Imaging: breast ultrasound.
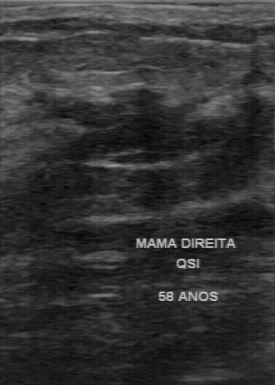
Coordinates are pixels in the 275x385 image. Segment the breast lesion: bounding box x1=68, y1=112, x2=237, y2=209. The breast lesion is benign on biopsy or follow-up.